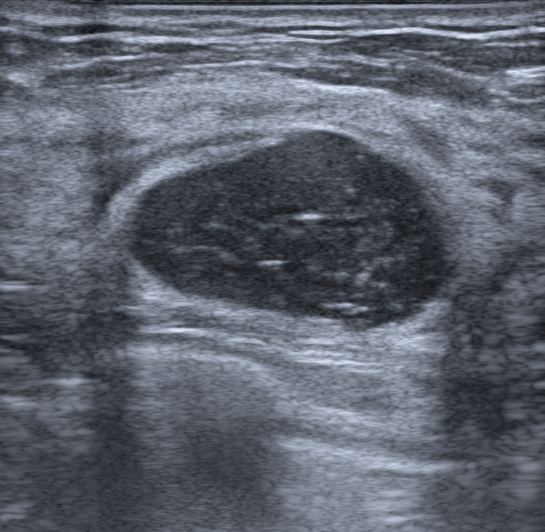
Modality: breast ultrasound. Age 39.
- outcome on biopsy or follow-up: benign
- echo pattern: heterogeneous
- calcifications: none
- BI-RADS: 4A
- lesion margin: circumscribed
- shape: oval